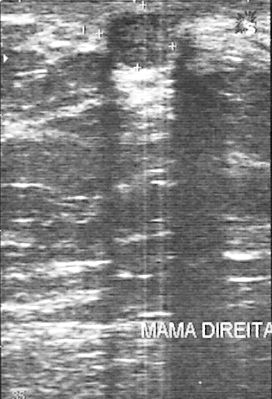
B-mode breast ultrasound.
BI-RADS category 2. This breast lesion proved benign on biopsy or follow-up. The biopsy result was fibrocystic changes; the breast lesion is benign.